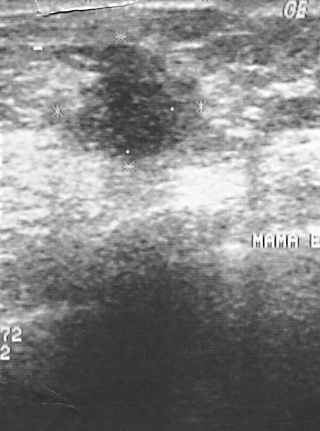
Acquired on GE Logiq 5 @10-12MHz. Imaging: B-mode breast ultrasound.
The lesion is malignant on biopsy or follow-up.
Pathology confirmed invasive ductal carcinoma.
The lesion is assessed as BI-RADS 4.